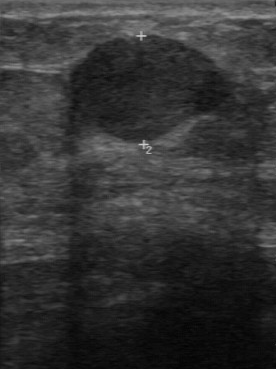
Imaging: breast sonogram.
BI-RADS 4 in the original read.
Descriptors from an independent second read (not the reader who assigned the category):
The lesion boundary is clear.
Calcifications: none.
Margin: regular.
Internally the lesion is hypoechoic.
Histopathology: papillary carcinoma (malignant).